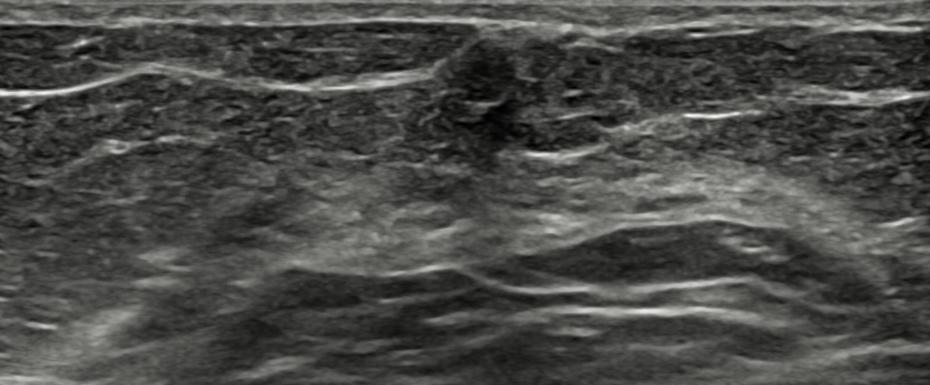
Modality: breast US. 66-year-old patient.
A round, isoechoic lesion with a circumscribed margin is seen. There are no posterior features. BI-RADS 3; outcome on biopsy or follow-up: benign. Histopathology: Benign mammary dysplasia.